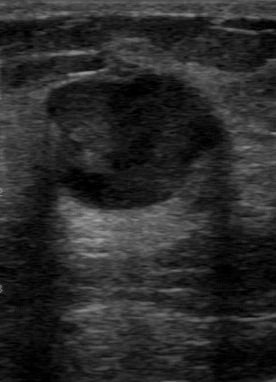
Modality: breast ultrasound image.
The histopathology is intraductal papilloma. Confirmed outcome (biopsy or follow-up) is benign. BI-RADS is 4.